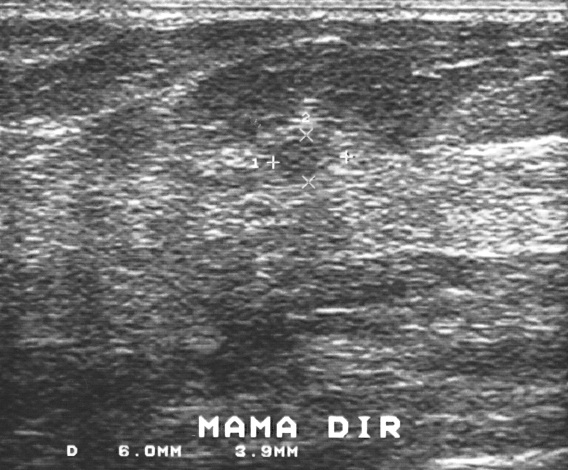
Imaging: breast ultrasound scan.
Breast ultrasound scan findings:
- confirmed outcome (biopsy or follow-up): benign
- BI-RADS: 3